Imaging: breast US. Scanner: GE Logiq 5 @10-12MHz.
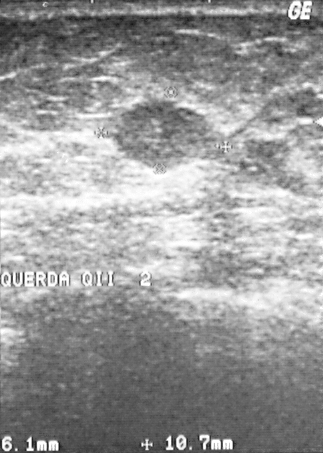
Confirmed outcome (biopsy or follow-up): malignant. BI-RADS assessment: 3.
OUTCOME ON BIOPSY OR FOLLOW-UP: malignant.